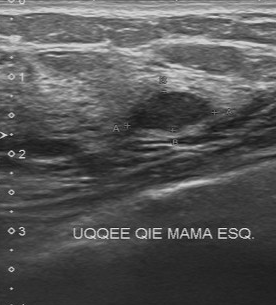
Modality: breast ultrasound. Scanner: Toshiba Aplio 300 @12-14 MHz.
Outcome on biopsy or follow-up: benign.